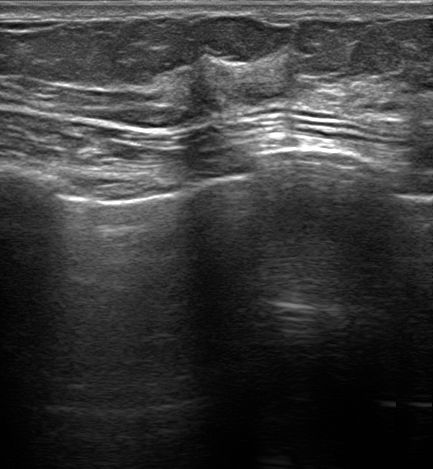
65-year-old patient. Imaging: breast ultrasound scan.
FINDINGS: Calcifications: none. Margin: not circumscribed - indistinct. Biopsy or follow-up result: malignant. Echotexture: hypoechoic. Posterior features: shadowing. Skin thickening: none. BI-RADS category: 4C. Differential: Suspicion of malignancy; Dysplasia; Fibroadenoma; Intraductal papilloma.
OUTCOME ON BIOPSY OR FOLLOW-UP: malignant.